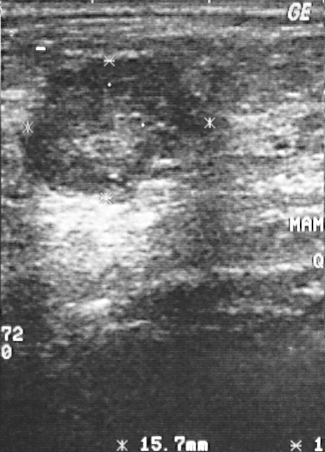
Breast ultrasound image.
A finding is seen. It was assessed as BI-RADS 4. The biopsy result was intraductal papilloma; the finding is benign.